Acquired on GE Logiq 7 @10-14MHz. Breast ultrasound image.
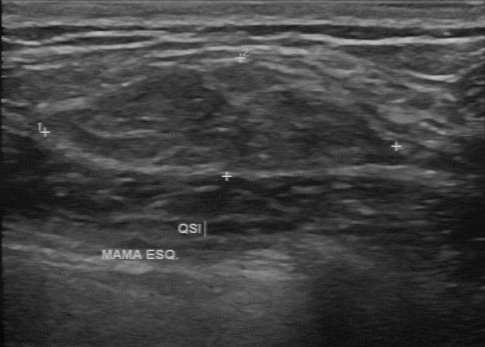
A finding is seen with fairly clear lesion boundary, BI-RADS (first reader): 2, partially regular contour, BI-RADS on independent re-read: 3.